Imaging: breast ultrasound scan.
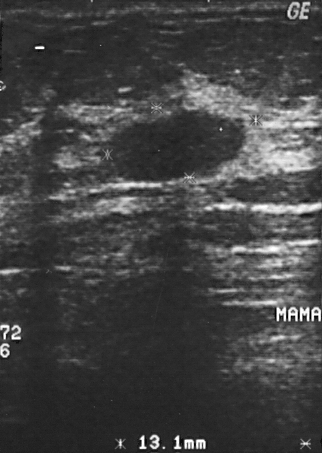
Lesion: benign on biopsy or follow-up. BI-RADS 2.